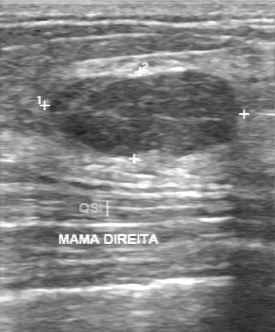
Scanner: GE Logiq 7 @10-14MHz. Modality: breast ultrasound image.
The finding was assessed as BI-RADS 3 by the original reader.
Descriptors from an independent second read (not the reader who assigned the category):
Calcifications: none.
The margin is regular.
Echo pattern: heterogeneous.
Its boundary is clear.
The biopsy result was fibroadenoma; the finding is benign.